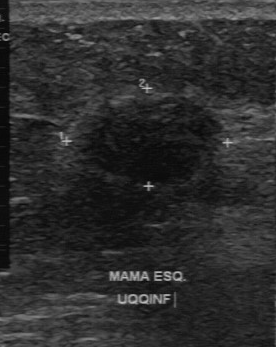
Modality: B-mode breast ultrasound.
The lesion demonstrates BI-RADS on independent re-read: 4A, BI-RADS (first reader): 4, fairly clear boundary.